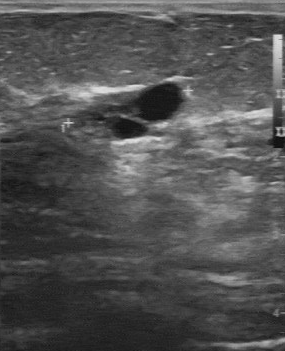
Imaging: breast ultrasound image.
Coordinates are pixels in the 285x351 image. The mass occupies approximately (138, 83) to (182, 120). BI-RADS 2.